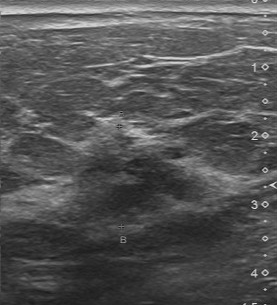
Imaging: B-mode breast ultrasound.
The lesion was categorized BI-RADS 4 in the original read.
Descriptors from an independent second read (not the reader who assigned the category):
Margin: partially regular.
No calcifications are seen.
The lesion boundary is somewhat unclear.
Internally the lesion is slightly hypoechoic.
Histopathology: invasive ductal carcinoma (malignant).